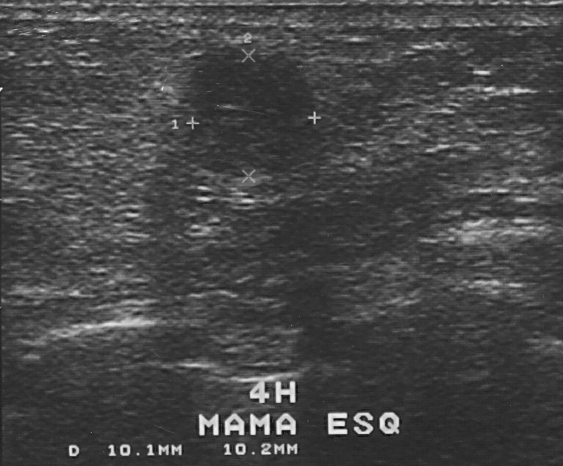
Scanner: GE Logiq 5 @10-12MHz. Breast US.
Outcome on biopsy or follow-up: benign.